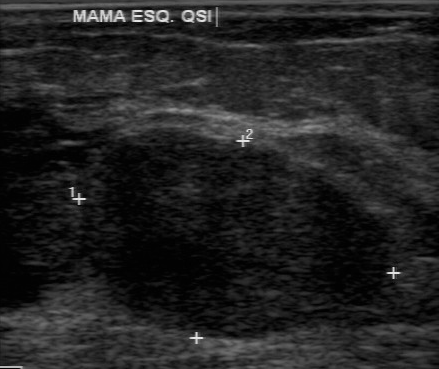
Acquired on GE Logiq 7 @10-14MHz. Imaging: breast sonogram.
Pixel coordinates (x1, y1, x2, y2): Segment the finding: bounding box top-left (78, 130), bottom-right (400, 341).